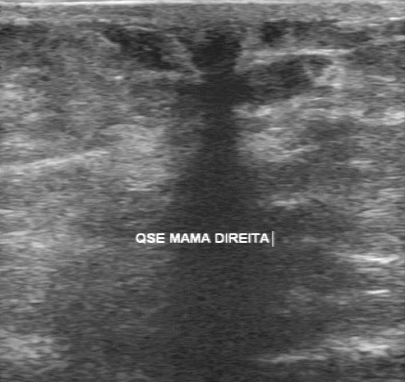
Modality: breast ultrasound.
FINDINGS: Breast ultrasound. BI-RADS category: 5.
OUTCOME ON BIOPSY OR FOLLOW-UP: malignant.